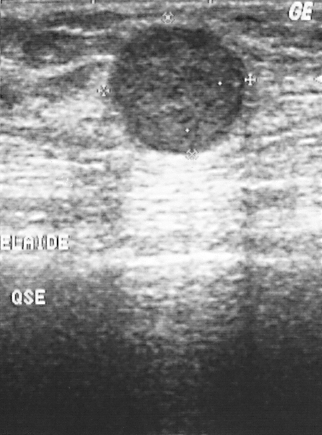
Scanner: GE Logiq 5 @10-12MHz. Breast ultrasound image.
Lesion characteristics:
- confirmed outcome (biopsy or follow-up): malignant
- BI-RADS: 2